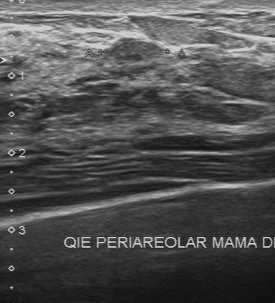
Modality: breast sonogram.
Coordinates are pixels in the 275x303 image. Lesion region of interest: x1=104, y1=37, x2=164, y2=65. The finding is benign on biopsy or follow-up.